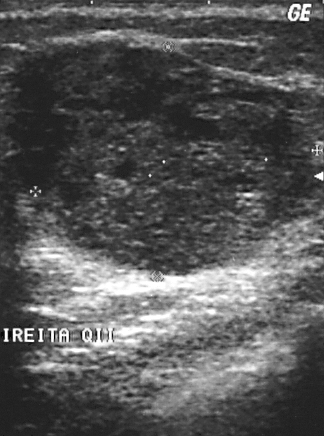
Breast ultrasound. Scanner: GE Logiq 5 @10-12MHz.
Biopsy or follow-up result: malignant. BI-RADS 4.